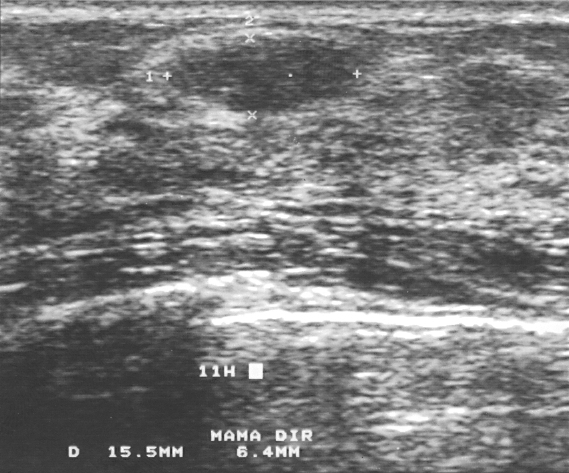
Imaging: breast ultrasound scan.
Coordinates are pixels in the 569x473 image. The finding occupies approximately [168, 41, 350, 112]. The finding is benign on biopsy or follow-up.